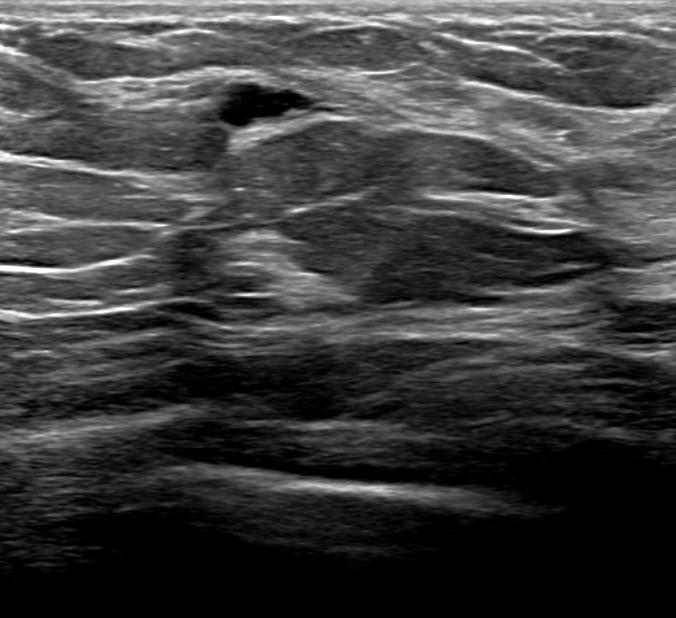
Modality: breast ultrasound image.
Breast ultrasound image findings:
- calcifications: none
- posterior acoustic features: none
- BI-RADS: 2
- echo pattern: anechoic
- skin thickening: absent
- differential: Simple cyst
- confirmed outcome (biopsy or follow-up): benign
- shape: irregular
- verification: confirmed by follow-up care